Imaging: B-mode breast ultrasound.
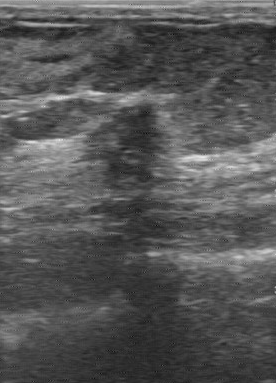
Lesion characteristics:
- BI-RADS: 5
- biopsy result: invasive ductal carcinoma